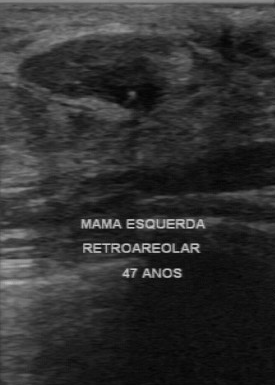
Modality: breast ultrasound scan.
The breast lesion was categorized BI-RADS 2 in the original read.
The following findings are from a second reader, independent of the original assessment.
Margin: regular.
Its boundary is clear.
The breast lesion is hypoechoic.
Calcification is suspected.
The biopsy result was fibroadenoma; the breast lesion is benign.